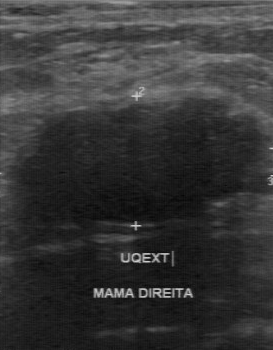
Breast sonogram. Acquired on GE Logiq 7 @10-14MHz.
Calcifications are absent. Contour is regular. Echogenicity: hypoechoic. Histopathology is fibroadenoma. Confirmed outcome (biopsy or follow-up): benign. Boundary is somewhat unclear.